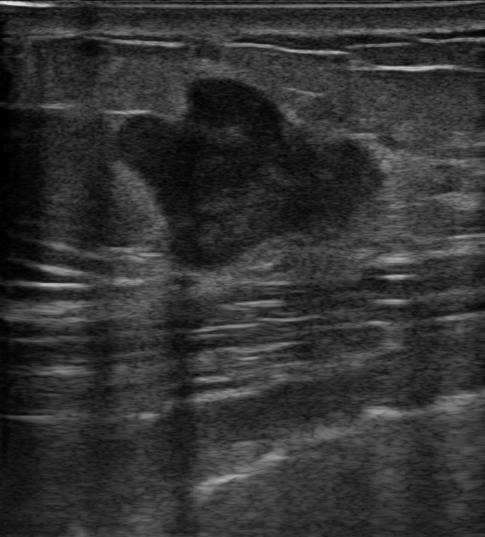
Breast ultrasound scan.
Pixel coordinates (x1, y1, x2, y2): Breast lesion bounding box: top-left (111, 69), bottom-right (390, 286). The breast lesion is malignant on biopsy or follow-up.